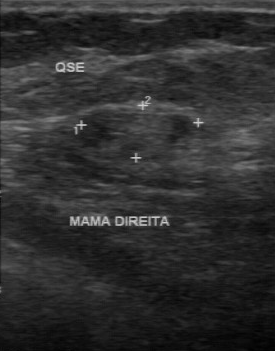
Breast US.
The mass was categorized BI-RADS 4 in the original read.
On a second read by an independent reader:
No calcifications are seen.
Echo pattern: isoechoic.
Its boundary is fairly clear.
Margin: partially regular.
Biopsy showed invasive ductal carcinoma, a malignant finding.